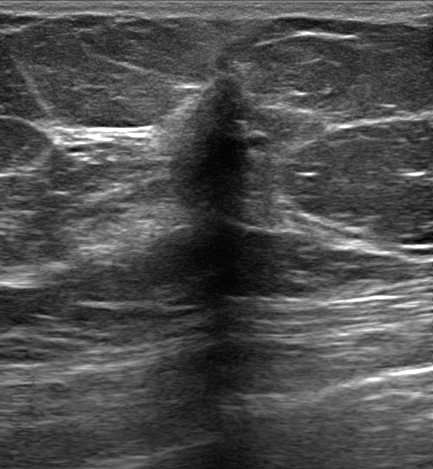
Imaging: breast ultrasound scan.
Pixel coordinates (x1, y1, x2, y2): Segment the lesion: bounding box top-left (177, 68), bottom-right (281, 217). The lesion is malignant on biopsy or follow-up.